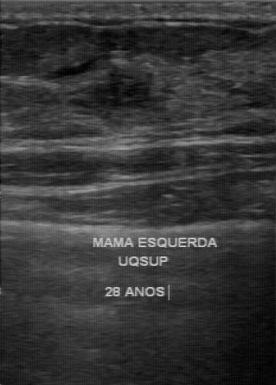
Breast ultrasound.
(coordinates in a 276x385 pixel frame) Lesion region of interest: x1=90, y1=66, x2=156, y2=108. BI-RADS 4.